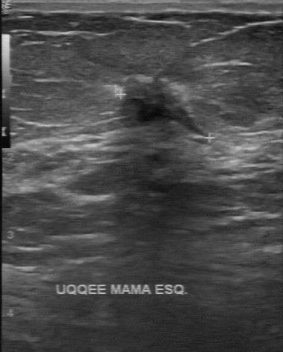
Breast US.
BI-RADS 4 in the original read. On a second, independent read, a lesion with an irregular margin and an unclear boundary is seen; it is hypoechoic. Calcifications: suspected. The biopsy result was invasive ductal carcinoma; the lesion is malignant.